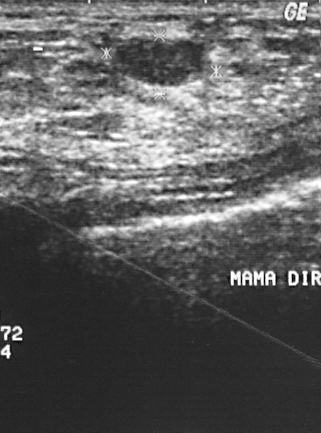
Imaging: breast ultrasound image.
This breast ultrasound image shows a lesion with BI-RADS category: 2, biopsy or follow-up result: benign, pathology: fibroadenoma.